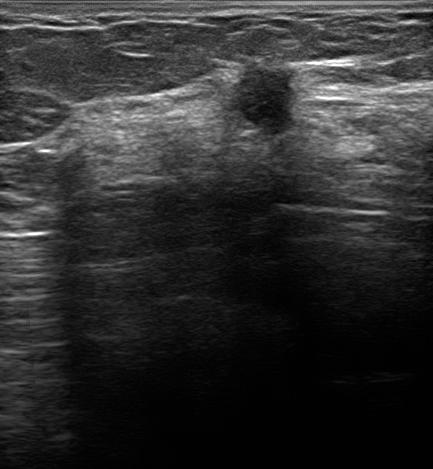
Modality: breast US. Age 55.
This breast US shows a mass with verification: confirmed by biopsy, not circumscribed - indistinct borders, irregular shape, BI-RADS: 5, radiologic interpretation: Suspicion of malignancy; Dysplasia; Fibroadenoma; Intraductal papilloma, biopsy or follow-up result: malignant, skin thickening: absent, echogenic halo: present, hypoechoic echo pattern, calcifications: absent, posterior features: none, biopsy result: Invasive lobular carcinoma.